Modality: breast sonogram.
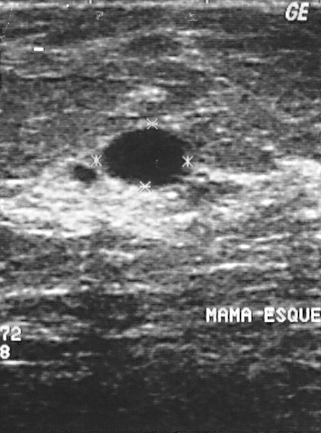
This breast sonogram shows a mass. Assessment: BI-RADS 2. Biopsy showed cyst, a benign finding.